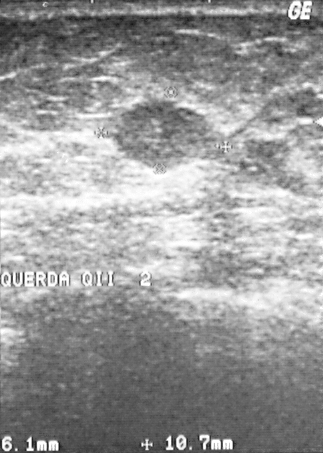
Breast ultrasound.
Coordinates are pixels in the 323x453 image. Lesion region of interest: (101,97)-(228,171). The mass is malignant on biopsy or follow-up. BI-RADS 3.